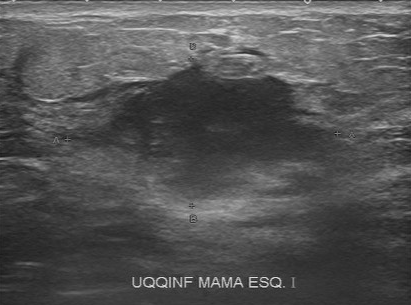
Modality: breast ultrasound scan. Acquired on Toshiba Aplio 300 @12-14 MHz.
Breast ultrasound scan findings:
- histopathology: invasive ductal carcinoma
- BI-RADS assessment: 5